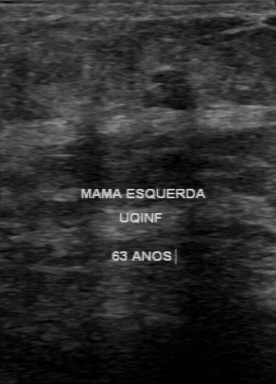
Imaging: breast US.
Outcome on biopsy or follow-up: benign. BI-RADS 3.